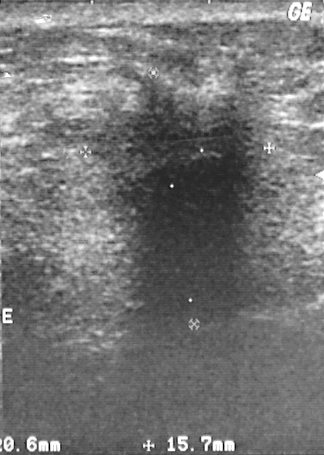
Acquired on GE Logiq 5 @10-12MHz. Breast US.
Histopathology: invasive ductal carcinoma (malignant). BI-RADS category 5.